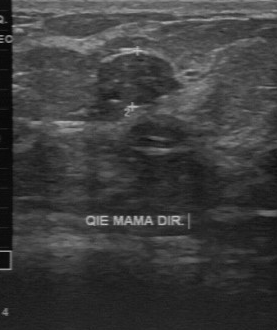
Imaging: B-mode breast ultrasound. Scanner: GE Logiq 7 @10-14MHz.
Original-read BI-RADS category: 3.
Descriptors from an independent second read (not the reader who assigned the category):
The margin is partially regular.
Calcifications: suspected.
The breast lesion is slightly hypoechoic.
The lesion boundary is fairly clear.
Histopathology: fibroadenoma (benign).